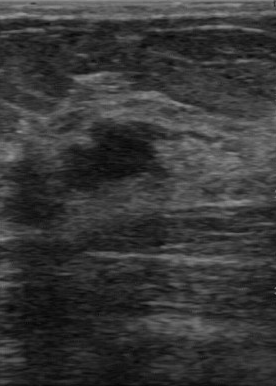
Modality: B-mode breast ultrasound.
The mass was assessed as BI-RADS 4 by the original reader. A second reader, independent of the original assessment, describes a hypoechoic mass with a partially regular margin; the boundary is somewhat unclear. Biopsy showed fibroadenoma, a benign finding.